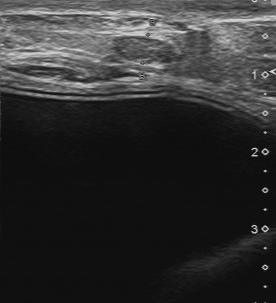
Imaging: B-mode breast ultrasound. Acquired on Toshiba Aplio 300 @12-14 MHz.
Biopsy result: hamartoma. BI-RADS assessment: 4.